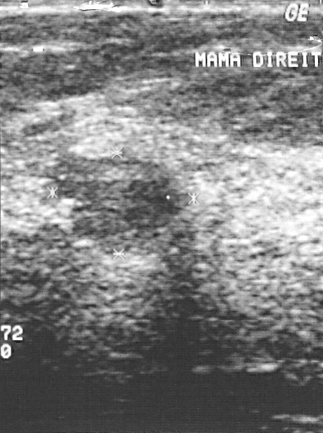
Acquired on GE Logiq 5 @10-12MHz. Modality: breast sonogram.
- confirmed outcome (biopsy or follow-up): benign
- BI-RADS category: 3